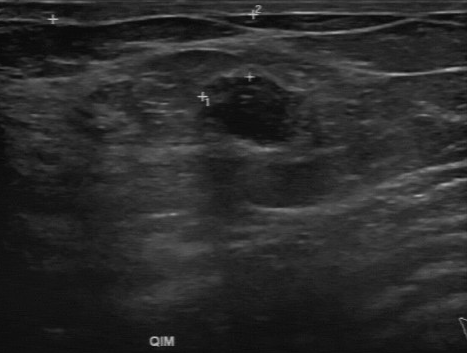
Breast US.
FINDINGS: Breast US. Biopsy or follow-up result: benign. BI-RADS: 2.
OUTCOME ON BIOPSY OR FOLLOW-UP: benign.